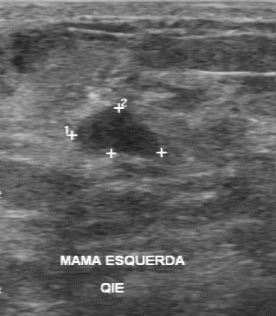
Modality: breast US.
This breast US shows a breast lesion with biopsy or follow-up result: benign, calcifications: none, hypoechoic echo pattern, regular margin, clear lesion boundary.